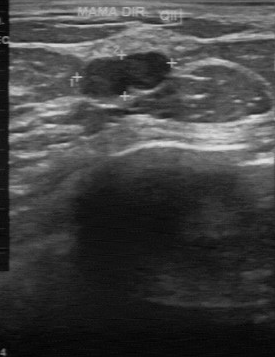
Scanner: GE Logiq 7 @10-14MHz. Modality: breast sonogram.
Original-read BI-RADS category: 2. On a second, independent read, a mass with a partially regular margin and a clear boundary is seen; it is hypoechoic. No calcifications are seen. Histopathology: cyst (benign).